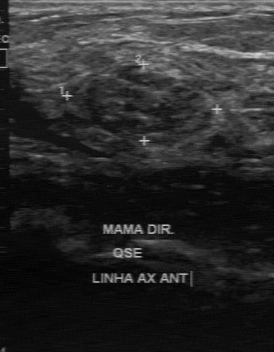
Imaging: breast US.
Outcome on biopsy or follow-up: benign. BI-RADS 3.